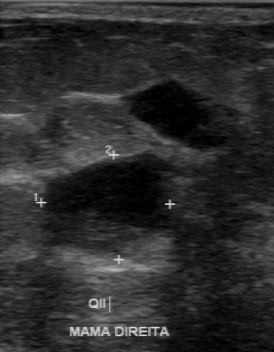
Modality: breast ultrasound.
FINDINGS: Breast ultrasound. Histopathology: invasive ductal carcinoma. Echo pattern: mixed cystic and solid. Contour: partially regular. Lesion boundary: somewhat unclear. Calcifications: absent.
OUTCOME ON BIOPSY OR FOLLOW-UP: malignant.